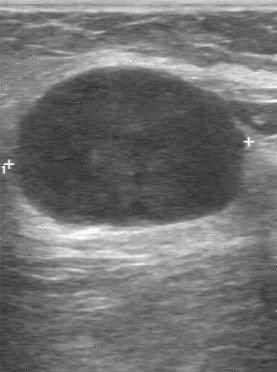
Acquired on GE Logiq 7 @10-14MHz. Modality: breast ultrasound.
The mass is malignant on biopsy or follow-up.